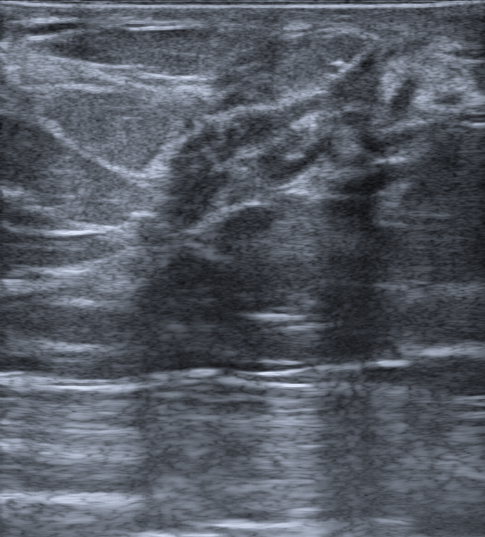
Breast ultrasound.
Segment the breast lesion: bounding box (145,41)-(419,238).